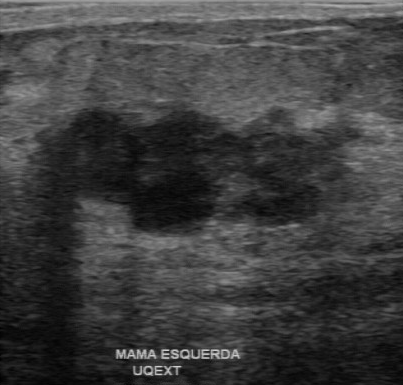
Modality: breast ultrasound.
The original reader assigned BI-RADS 4. The following findings are from a second reader, independent of the original assessment. The lesion boundary is clear. Echo pattern: heterogeneous. There are no calcifications. Margin: partially regular. The biopsy result was invasive ductal carcinoma; the breast lesion is malignant.